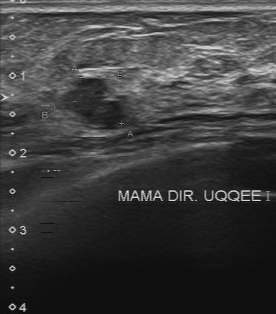
Imaging: breast ultrasound scan.
BI-RADS 4 in the original read.
A second, independent read describes the breast lesion as follows.
The breast lesion is hypoechoic.
The breast lesion has a partially regular margin.
Calcifications: none.
Its boundary is fairly clear.
Biopsy showed intraductal papilloma, a benign finding.